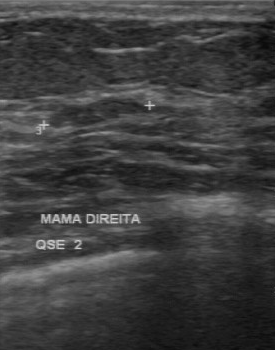
Scanner: GE Logiq 7 @10-14MHz. Imaging: breast ultrasound scan.
A breast lesion is seen with hypoechoic internal echoes, regular lesion margin, clear lesion boundary, calcifications: none.